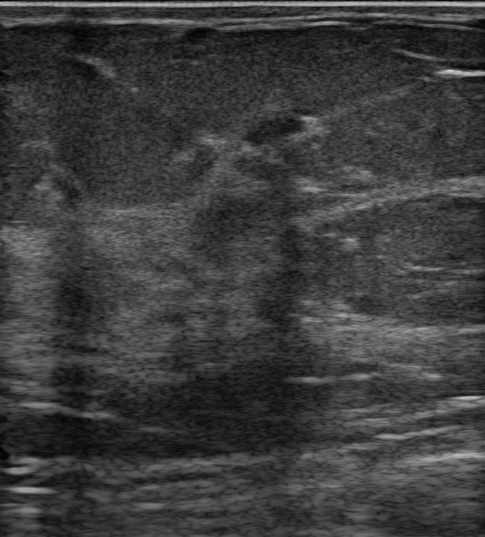
Modality: breast sonogram.
There is an oval breast lesion that is hypoechoic, with a circumscribed margin. No posterior acoustic features are seen. There are no calcifications. The breast lesion is categorized as BI-RADS 3; on biopsy or follow-up it was benign. Differential on reading: Complex cyst / Non-simple cyst; Cyst filled with thick fluid; Fibroadenoma. Verification: follow-up care.